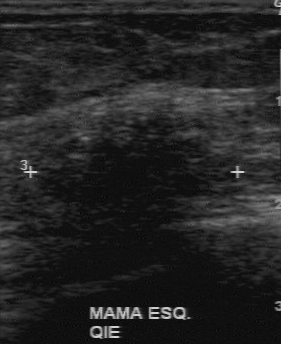
Modality: breast ultrasound.
The mass demonstrates hypoechoic echo pattern, independent BI-RADS assessment: 4C, irregular margin, BI-RADS (first reader): 4, unclear boundary, calcifications: suspected.